Breast sonogram.
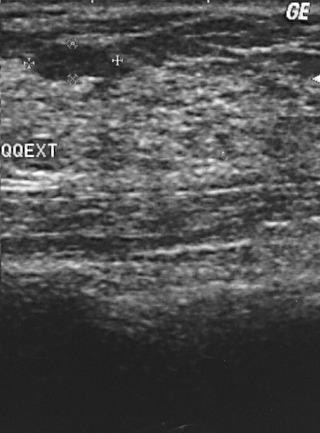
Biopsy or follow-up result: benign.